Imaging: breast US.
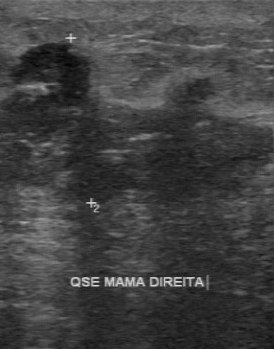
Lesion region of interest: [12, 43, 260, 205]. The breast lesion is malignant on biopsy or follow-up.